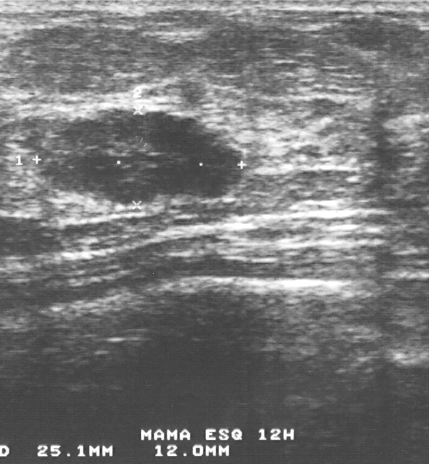
Imaging: breast ultrasound.
A breast lesion is seen. Assessment: BI-RADS 3. Biopsy showed fibroadenoma, a benign finding.